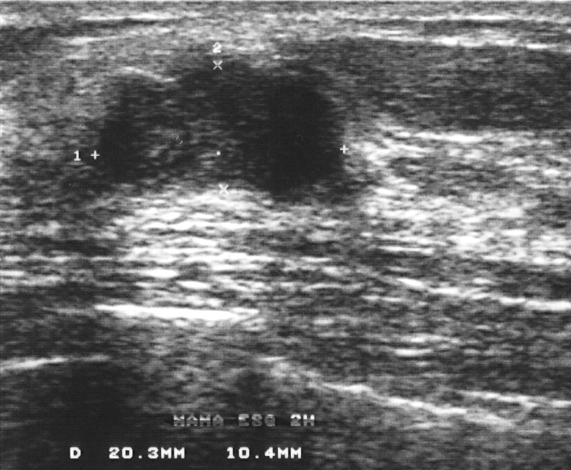
Modality: breast US.
Pathology: fibroadenoma. BI-RADS assessment is 4.